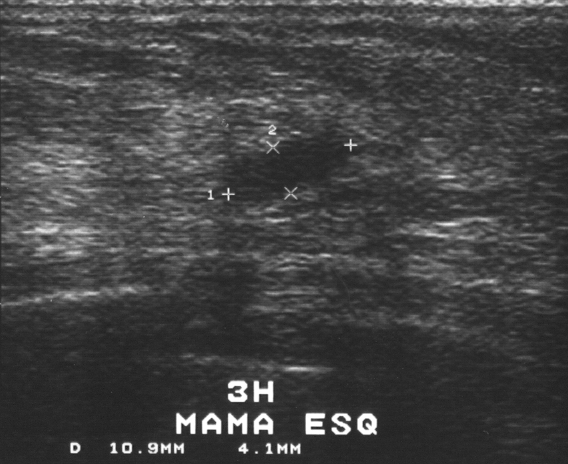
Imaging: breast US.
Lesion characteristics:
- biopsy or follow-up result: benign
- BI-RADS assessment: 3